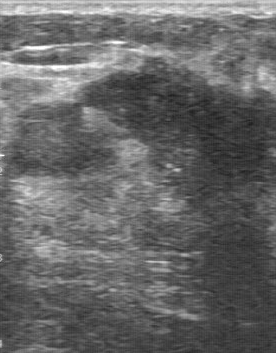
Breast ultrasound.
Original-read BI-RADS category: 5. The following findings are from a second reader, independent of the original assessment. Boundary: unclear. Echo pattern: heterogeneous. The margin is irregular. The lesion contains multiple calcifications. Histopathology: invasive ductal carcinoma (malignant).